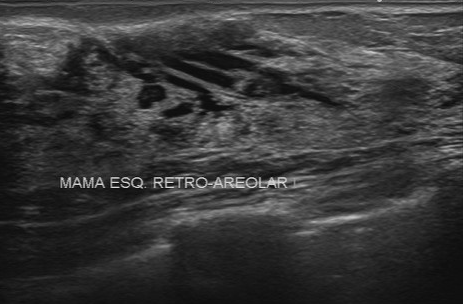
Modality: breast ultrasound scan.
FINDINGS: Calcifications: none. Histopathology: fibrocystic changes. Biopsy or follow-up result: benign. Internal echoes: heterogeneous. Lesion boundary: unclear. Margin: irregular.